Imaging: breast US.
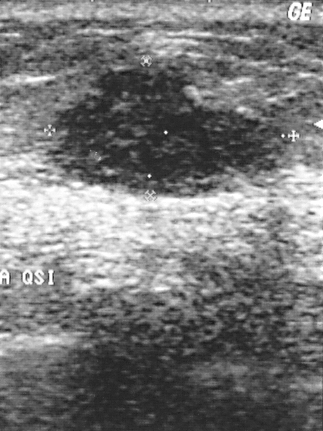
This breast US shows a breast lesion. It was assessed as BI-RADS 2. The biopsy result was invasive ductal carcinoma; the breast lesion is malignant.